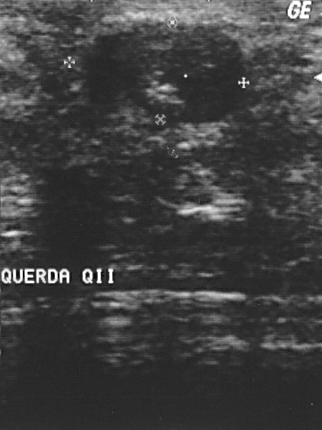
Breast sonogram.
Biopsy or follow-up result: benign. The biopsy result was fibroadenoma. Assigned BI-RADS 2.